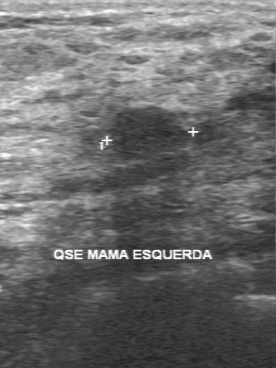
Modality: B-mode breast ultrasound. Acquired on GE Logiq 7 @10-14MHz.
The mass is benign on biopsy or follow-up.